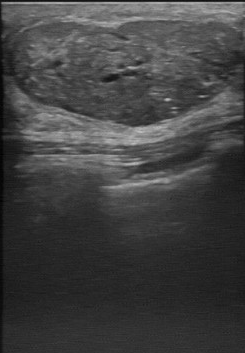
Imaging: breast sonogram.
Outcome on biopsy or follow-up: benign.